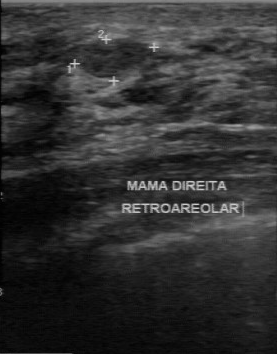
Acquired on GE Logiq 7 @10-14MHz. Modality: breast ultrasound image.
BI-RADS category is 2. Histopathology is intraductal papilloma. The outcome on biopsy or follow-up is benign.